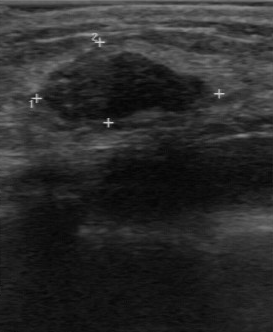
Breast ultrasound scan.
Contour: regular. The echo pattern is hypoechoic. The lesion boundary is clear. There are no calcifications.